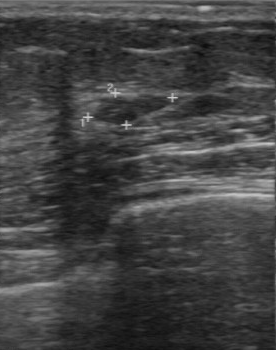
Modality: breast ultrasound scan.
Confirmed outcome (biopsy or follow-up): benign. BI-RADS assessment: 2.